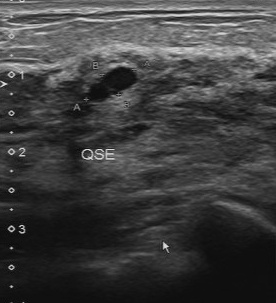
Imaging: B-mode breast ultrasound. Scanner: Toshiba Aplio 300 @12-14 MHz.
Biopsy or follow-up result: benign. BI-RADS 2.